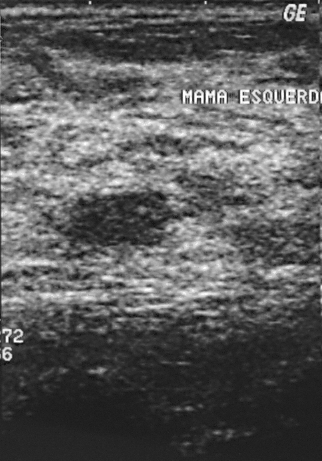
Modality: breast ultrasound scan.
A finding is present on this breast ultrasound scan. It was assessed as BI-RADS 3. Histopathology: fibroadenoma (benign).